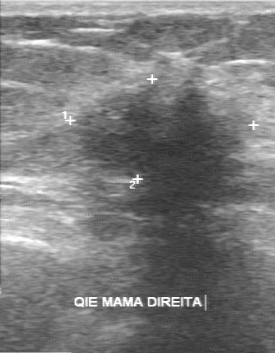
Imaging: breast US.
Lesion characteristics:
- BI-RADS: 4
- pathology: invasive lobular carcinoma